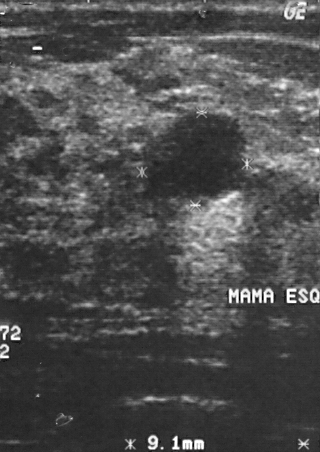
Imaging: breast ultrasound scan.
Coordinates are pixels in the 320x452 image. The breast lesion is located within the bounding box (151,113)-(245,199).